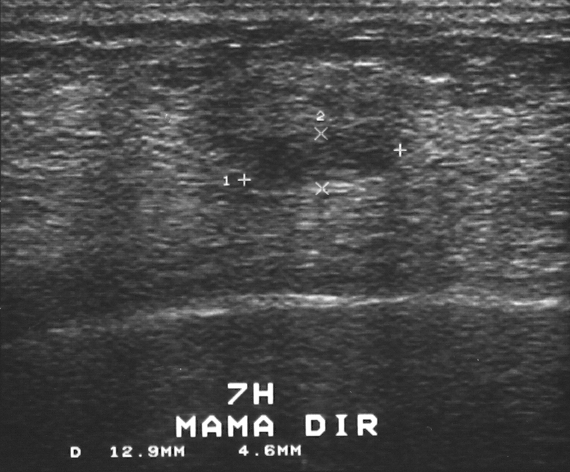
Imaging: breast ultrasound image.
A finding is present on this breast ultrasound image. BI-RADS category 3. Biopsy showed fibroadenoma, a benign finding.